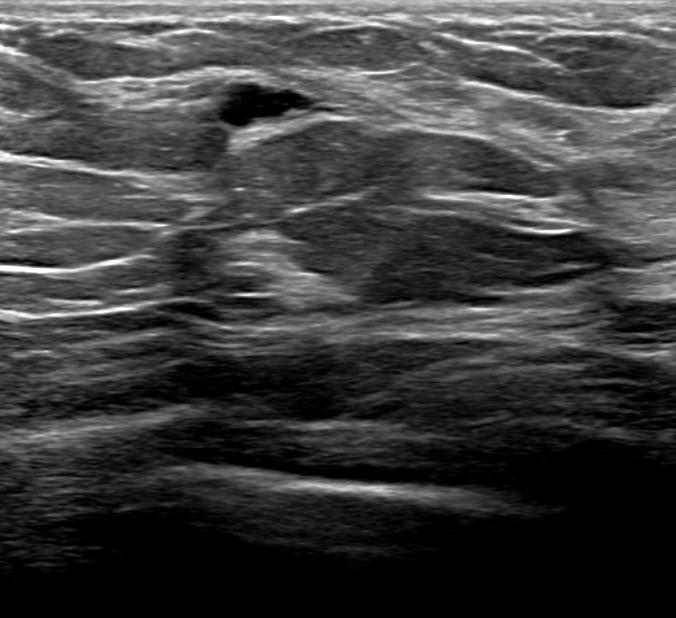
Modality: breast US. Background echotexture is homogeneous: fat.
Echogenicity: anechoic.
It has an irregular shape.
No skin thickening is seen.
There is no echogenic halo.
Calcifications: none.
Margins are circumscribed.
There are no posterior acoustic features.
Verification: follow-up care.
Outcome on biopsy or follow-up: benign.
Assigned BI-RADS 2.